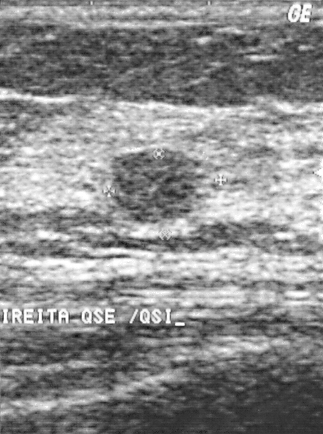
Breast ultrasound.
The finding demonstrates BI-RADS: 2, pathology: cyst.